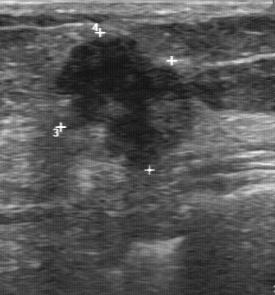
Breast ultrasound image.
Outcome on biopsy or follow-up: malignant. (BI-RADS category 5.)